Breast ultrasound image. Scanner: GE Logiq 7 @10-14MHz.
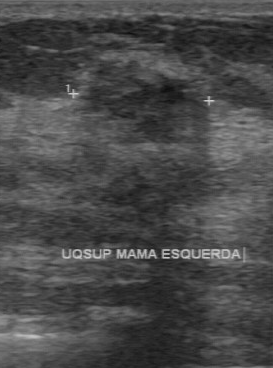
The original reader assigned BI-RADS 4. On a second, independent read, a mass with a partially regular margin and a somewhat unclear boundary is seen; it is hypoechoic. Biopsy showed invasive ductal carcinoma, a malignant finding.